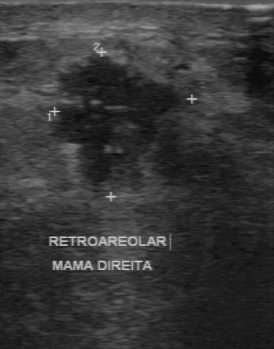
Breast sonogram. Acquired on GE Logiq 7 @10-14MHz.
Pixel coordinates (x1, y1, x2, y2): Segment the breast lesion: bounding box top-left (48, 56), bottom-right (190, 197).